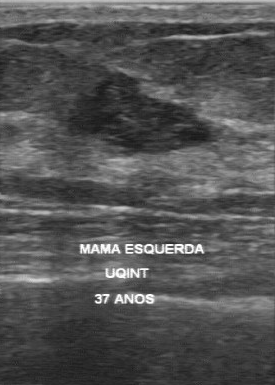
Modality: breast US.
Pixel coordinates (x1, y1, x2, y2): Breast lesion bounding box: 69 71 211 155.